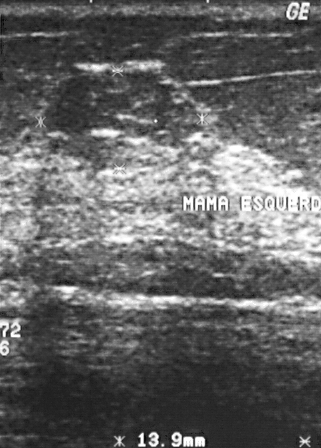
B-mode breast ultrasound. Scanner: GE Logiq 5 @10-12MHz.
Finding: mass, benign on biopsy or follow-up.